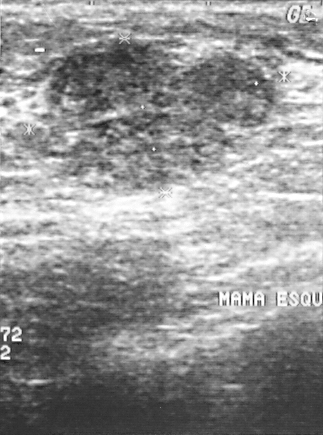
Breast ultrasound scan.
Breast ultrasound scan findings:
- BI-RADS assessment: 2
- biopsy or follow-up result: benign